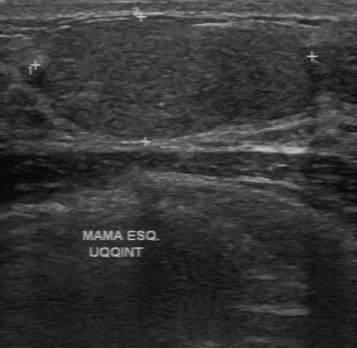
B-mode breast ultrasound. Acquired on GE Logiq 7 @10-14MHz.
BI-RADS on independent re-read: 4A. Original BI-RADS is 3.